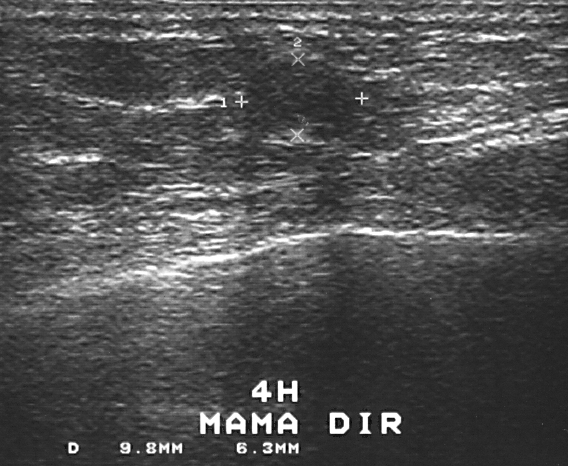
Breast ultrasound.
Histopathology is fibroadenoma. Biopsy or follow-up result is benign. BI-RADS: 3.